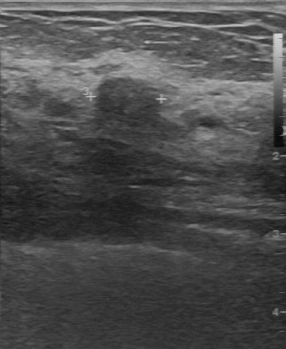
Breast ultrasound scan.
Pixel coordinates (x1, y1, x2, y2): Lesion bounding box: x1=99, y1=78, x2=158, y2=114. The lesion is benign on biopsy or follow-up.